Modality: B-mode breast ultrasound. Acquired on GE Logiq 7 @10-14MHz.
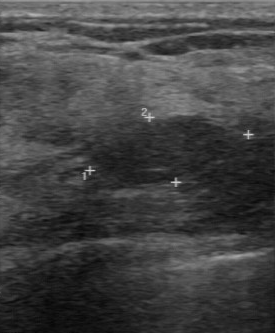
Pixel coordinates (x1, y1, x2, y2): Segment the finding: bounding box (92,116)-(232,185).